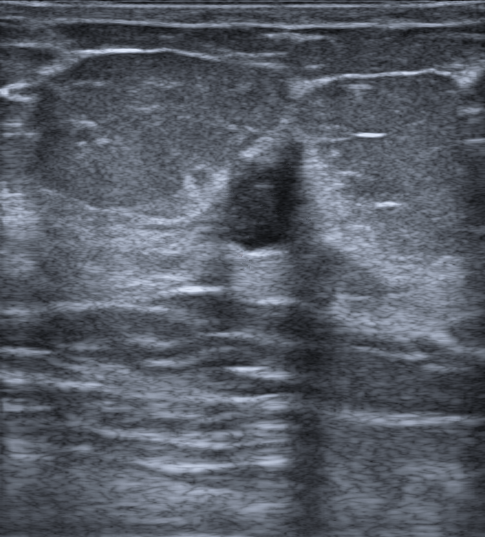
Imaging: breast sonogram. Background tissue composition: heterogeneous: predominantly fat.
Outcome on biopsy or follow-up: benign.